B-mode breast ultrasound.
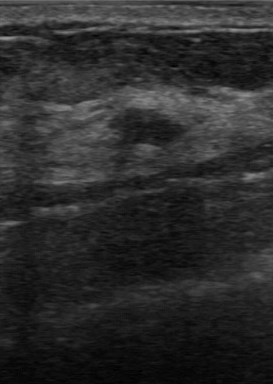
FINDINGS: BI-RADS category: 3. Outcome on biopsy or follow-up: benign. Pathology: fibrocystic changes.
OUTCOME ON BIOPSY OR FOLLOW-UP: benign.